Imaging: breast sonogram. Patient age: 66.
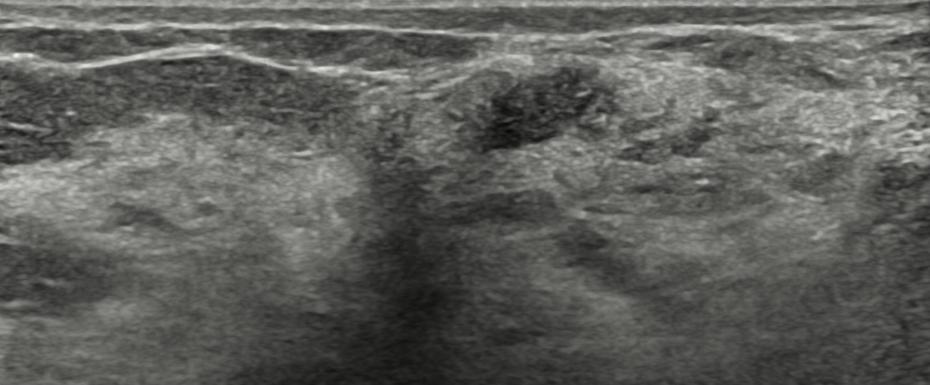
The lesion is irregular and hypoechoic; its margin is circumscribed. There are no posterior acoustic features. There are no calcifications. Skin thickening: none. The lesion is categorized as BI-RADS 4A; on biopsy or follow-up it was benign. Radiologic interpretation: Cyst filled with thick fluid; Dysplasia; Duct filled with thick fluid; Intraductal papilloma. Biopsy confirmed fibrosclerosis.